Modality: B-mode breast ultrasound.
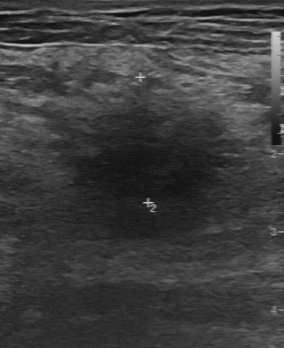
The breast lesion is located within the bounding box (66,85)-(228,207).